Imaging: breast ultrasound scan.
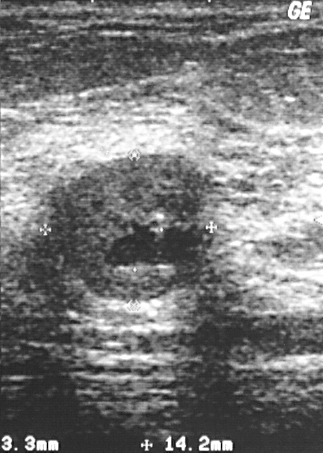
This breast ultrasound scan shows a finding with BI-RADS category: 3, biopsy result: cyst.